Imaging: breast ultrasound. Acquired on GE Logiq 5 @10-12MHz.
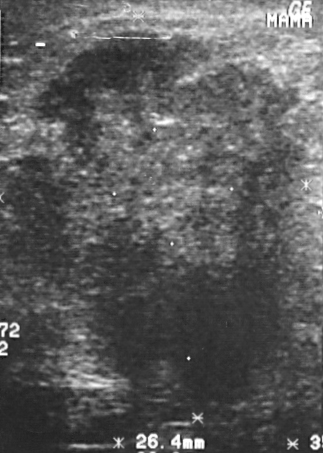
- biopsy or follow-up result: malignant
- BI-RADS: 5